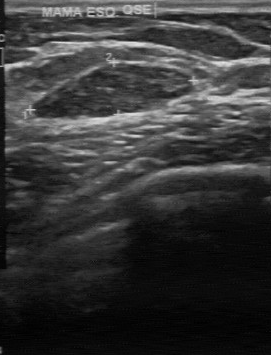
Modality: breast ultrasound.
BI-RADS assessment is 2.